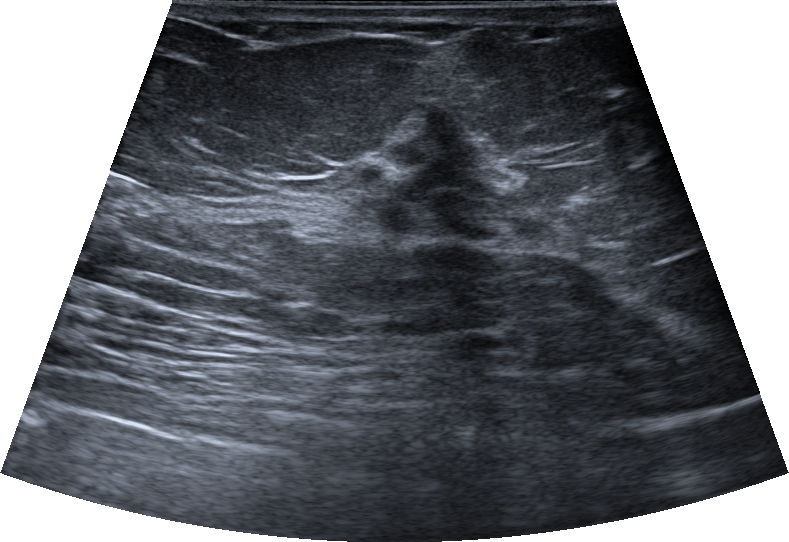
Imaging: breast sonogram. 62-year-old patient.
Lesion region of interest: (358, 102) to (510, 245).